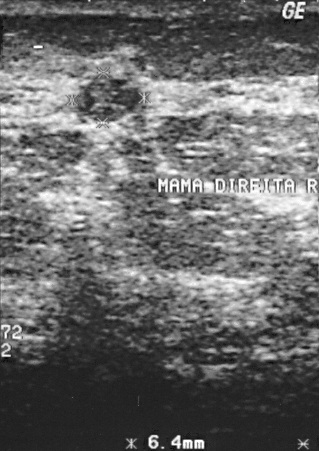
Modality: breast sonogram.
A mass is seen. BI-RADS category 2. The biopsy result was proliferative lesions; the mass is benign.